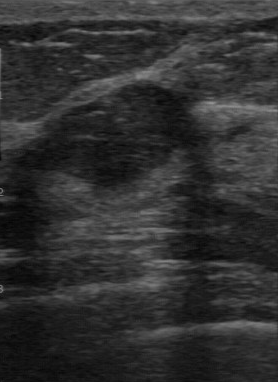
Modality: breast ultrasound image. Scanner: GE Logiq 7 @10-14MHz.
A mass is seen with hypoechoic echo pattern, outcome on biopsy or follow-up: benign, clear lesion boundary, calcifications: none, regular lesion margin.